Breast sonogram.
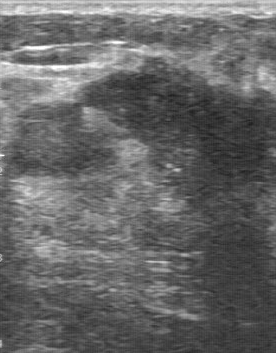
Lesion characteristics:
- biopsy result: invasive ductal carcinoma
- BI-RADS category: 5
- outcome on biopsy or follow-up: malignant